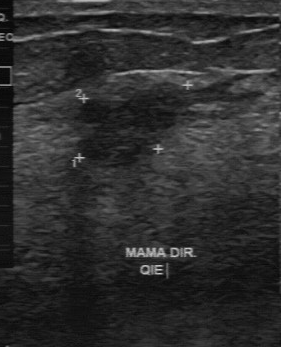
Scanner: GE Logiq 7 @10-14MHz. Imaging: breast ultrasound image.
FINDINGS: Lesion margin: irregular. Calcifications: absent. Lesion boundary: unclear. Outcome on biopsy or follow-up: benign. Echogenicity: slightly hypoechoic.
OUTCOME ON BIOPSY OR FOLLOW-UP: benign.